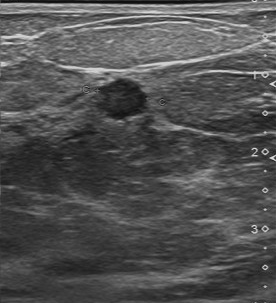
Breast sonogram. Acquired on Toshiba Aplio 300 @12-14 MHz.
The breast lesion demonstrates clear lesion boundary, regular lesion margin, outcome on biopsy or follow-up: malignant, hypoechoic echo pattern, BI-RADS on independent re-read: 3.